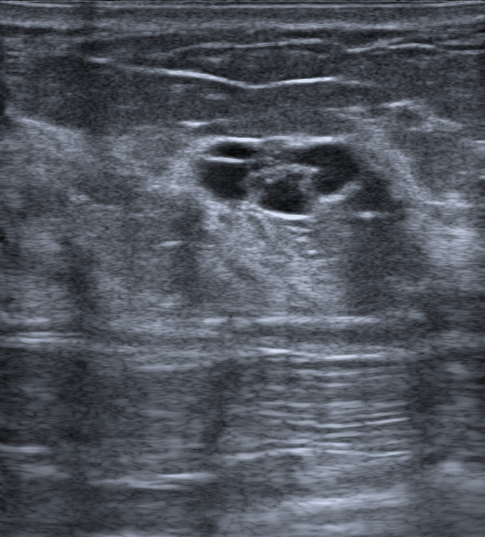
Patient age: 38. Imaging: breast ultrasound scan.
The mass demonstrates confirmed outcome (biopsy or follow-up): benign, oval lesion shape, differential: Complex cyst / Non-simple cyst, calcifications: none, skin thickening: none, anechoic echogenicity, BI-RADS assessment: 2, posterior acoustic features: enhancement, echogenic halo: none.